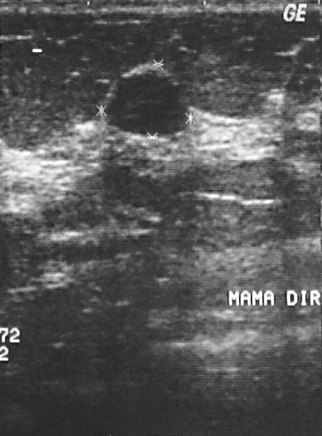
Imaging: breast sonogram.
BI-RADS assessment: 2. Biopsy showed fibroadenoma. Biopsy or follow-up result: benign.